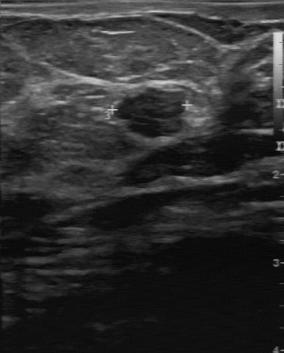
Modality: breast ultrasound.
FINDINGS: BI-RADS (first reader): 3. BI-RADS on independent re-read: 3. Biopsy or follow-up result: benign. Margin: partially regular. Biopsy result: fibroadenoma. Boundary: fairly clear.
OUTCOME ON BIOPSY OR FOLLOW-UP: benign.